Breast ultrasound image.
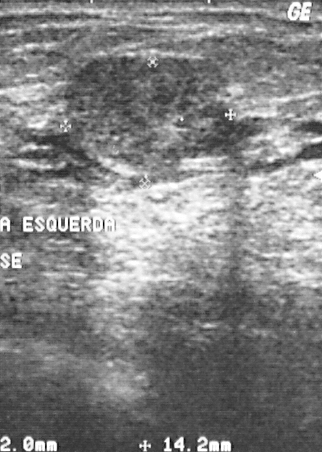
Pixel coordinates (x1, y1, x2, y2): Lesion region of interest: (65, 54) to (236, 173).